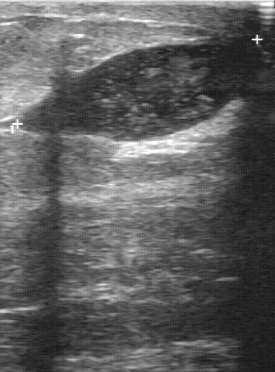
Modality: breast ultrasound image.
BI-RADS 4 in the original read.
On a second read by an independent reader:
The breast lesion has a regular margin.
Its boundary is clear.
The breast lesion is heterogeneous.
Calcifications: suspected.
Histopathology: mastitis (benign).